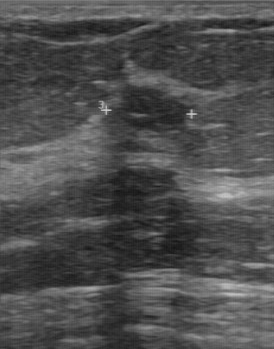
Modality: breast ultrasound scan.
The mass was assessed as BI-RADS 4 by the original reader. On a second, independent read, a mass with a regular margin and a clear boundary is seen; it is hypoechoic. There are no calcifications. Pathology confirmed benign fibroadenoma.